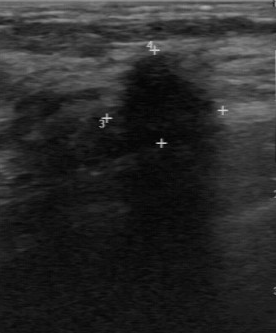
Breast sonogram.
The lesion was categorized BI-RADS 5 in the original read. A second, independent read describes the lesion as follows. The lesion has an irregular margin. The lesion boundary is unclear. Internally the lesion is hypoechoic. Calcifications: none. Histopathology: invasive ductal carcinoma (malignant).